Imaging: B-mode breast ultrasound.
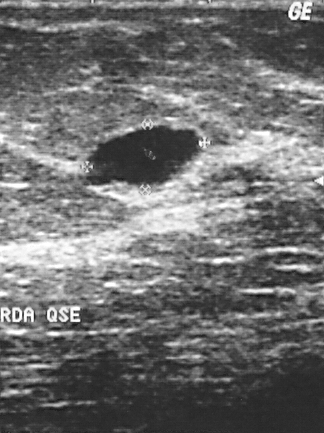
This B-mode breast ultrasound shows a breast lesion, benign on biopsy or follow-up. BI-RADS 2.